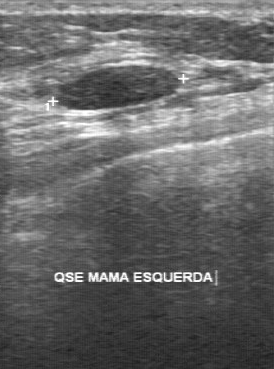
B-mode breast ultrasound. Acquired on GE Logiq 7 @10-14MHz.
The finding was assessed as BI-RADS 3 by the original reader.
The following findings are from a second reader, independent of the original assessment.
The finding has a regular margin.
Boundary: clear.
Echo pattern: hypoechoic.
Calcifications: none.
Biopsy showed fibroadenoma, a benign finding.